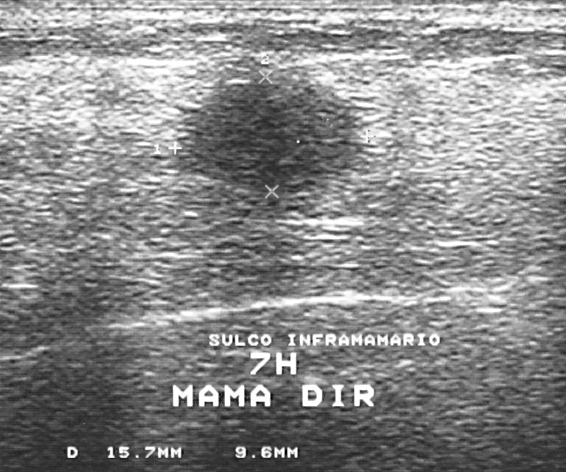
Modality: breast US.
- histopathology: invasive ductal carcinoma
- BI-RADS: 4
- outcome on biopsy or follow-up: malignant